Breast ultrasound scan.
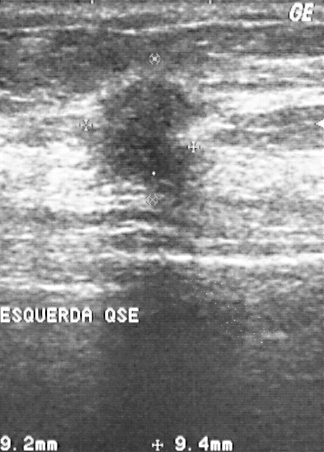
(coordinates in a 324x452 pixel frame) Lesion region of interest: (92,73)-(208,207). BI-RADS 4.